Breast sonogram.
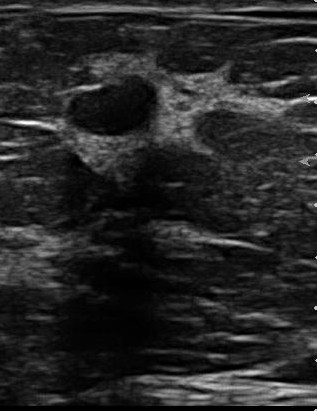
The original reader assigned BI-RADS 2.
On a second read by an independent reader:
The mass is hypoechoic.
The margin is partially regular.
Calcifications: none.
The lesion boundary is clear.
The biopsy result was fibroadenoma; the mass is benign.